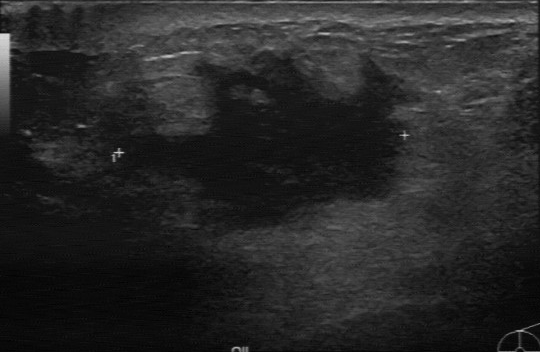
Modality: breast ultrasound scan.
FINDINGS: BI-RADS assessment: 4. Confirmed outcome (biopsy or follow-up): malignant.
OUTCOME ON BIOPSY OR FOLLOW-UP: malignant.